Imaging: breast ultrasound image.
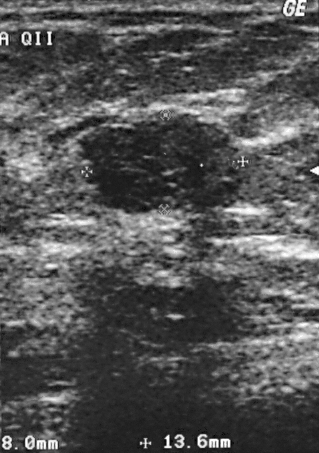
BI-RADS is 4.